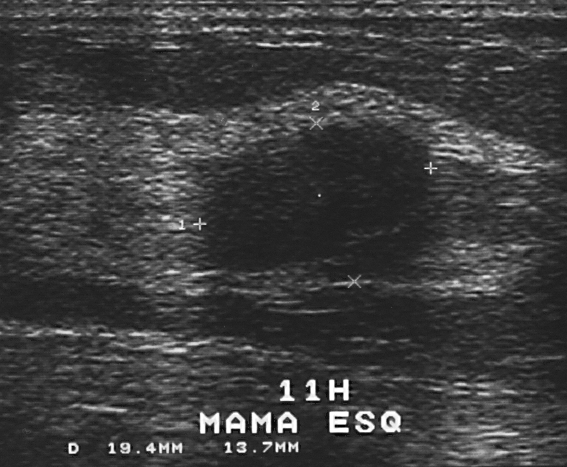
Imaging: breast ultrasound. Scanner: GE Logiq 5 @10-12MHz.
BI-RADS category 2. Biopsy or follow-up result: benign. Biopsy showed fibroadenoma, a benign finding.